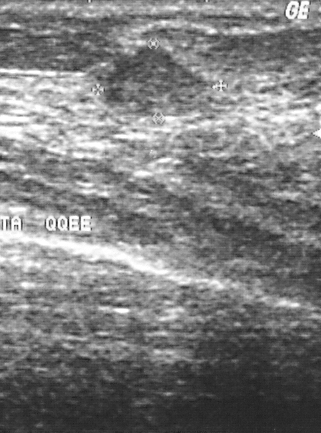
Scanner: GE Logiq 5 @10-12MHz. Modality: breast ultrasound image.
Histopathology: sclerosing adenosis (benign).
Assigned BI-RADS 3.
The breast lesion is benign on biopsy or follow-up.